Imaging: breast ultrasound image.
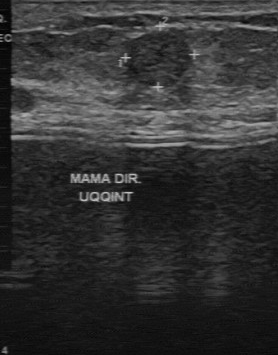
BI-RADS (first reader) is 3. Independent BI-RADS assessment: 3. Boundary is clear. Contour: regular.